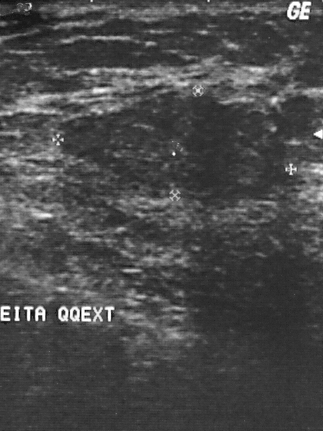
Breast US.
The finding is benign on biopsy or follow-up.